Imaging: breast ultrasound scan. Acquired on GE Logiq 7 @10-14MHz.
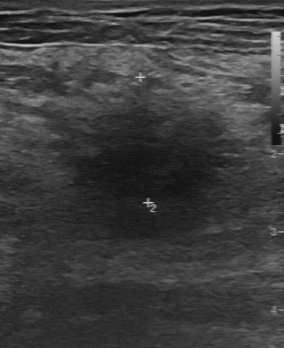
Finding: mass, benign on biopsy or follow-up.